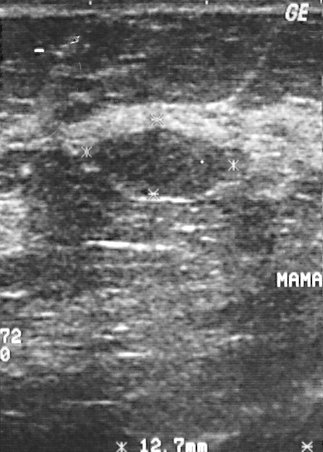
Modality: breast ultrasound.
This breast ultrasound shows a mass. It was assessed as BI-RADS 2. Pathology confirmed benign fibroadenoma.